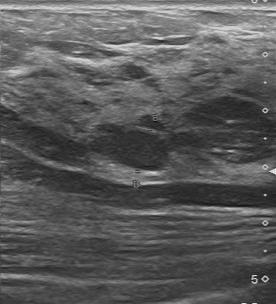
Imaging: B-mode breast ultrasound.
Outcome on biopsy or follow-up: benign. (BI-RADS category 3.)